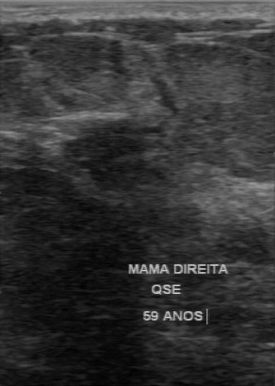
Modality: breast ultrasound.
BI-RADS 4 in the original read; on a second read the margin is regular, the boundary somewhat unclear and the lesion slightly hypoechoic. Biopsy showed fibroadenoma, a benign finding.